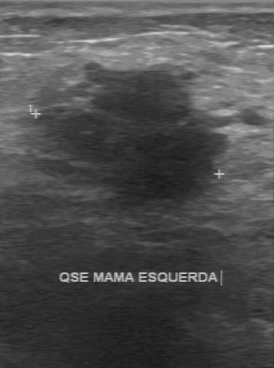
Modality: breast sonogram.
FINDINGS: Breast sonogram. Pathology: invasive ductal carcinoma. Calcifications: none. Echogenicity: hypoechoic. Biopsy or follow-up result: malignant. Contour: irregular. Lesion boundary: unclear.
OUTCOME ON BIOPSY OR FOLLOW-UP: malignant.